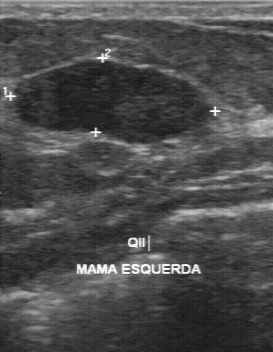
Breast ultrasound.
A breast lesion is seen with BI-RADS assessment: 3, pathology: fibroadenoma, biopsy or follow-up result: benign.